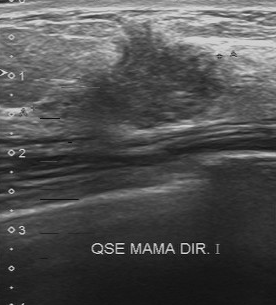
Modality: breast ultrasound image.
Breast ultrasound image findings:
- lesion boundary: unclear
- BI-RADS (second read): 4B
- contour: irregular
- internal echoes: slightly hypoechoic
- BI-RADS (first reader): 4